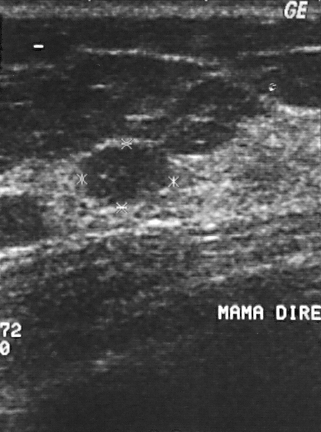
Modality: breast ultrasound image.
FINDINGS: BI-RADS category: 2. Outcome on biopsy or follow-up: benign.
OUTCOME ON BIOPSY OR FOLLOW-UP: benign.